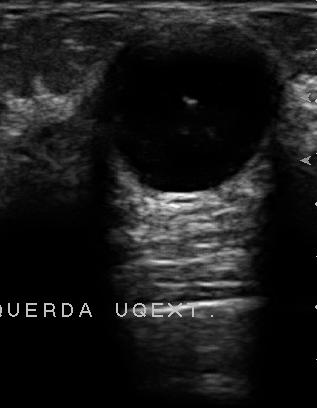
Modality: breast ultrasound.
BI-RADS 2 in the original read; on a second read the margin is regular, the boundary fairly clear and the lesion hypoechoic. There are no calcifications. Pathology confirmed benign cyst.